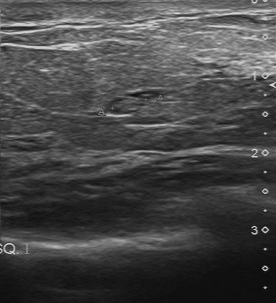
Imaging: breast sonogram.
Breast sonogram findings:
- BI-RADS category: 4
- biopsy or follow-up result: benign